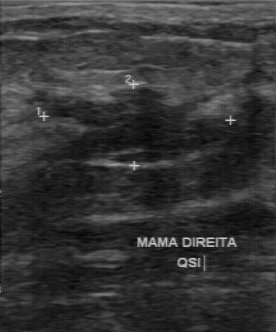
Imaging: breast ultrasound image.
FINDINGS: Breast ultrasound image. Lesion margin: partially regular. Internal echoes: hypoechoic. Calcifications: absent. Boundary: somewhat unclear.
OUTCOME ON BIOPSY OR FOLLOW-UP: benign.